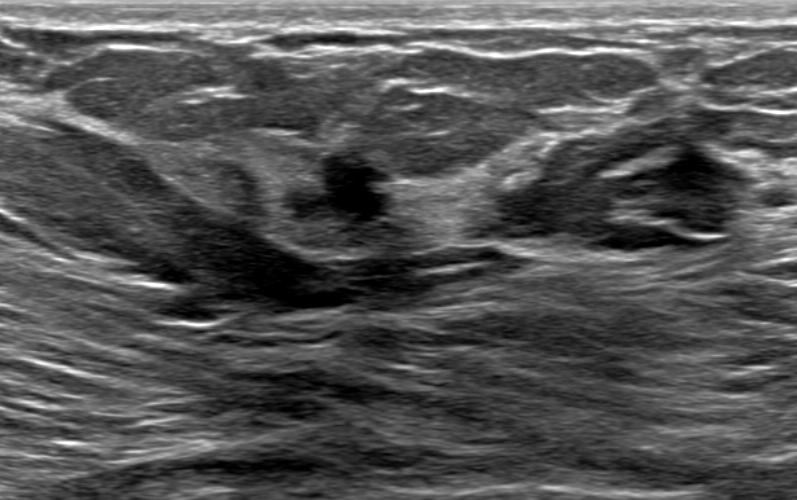
Breast ultrasound.
The breast lesion is benign on biopsy or follow-up. BI-RADS 4B.